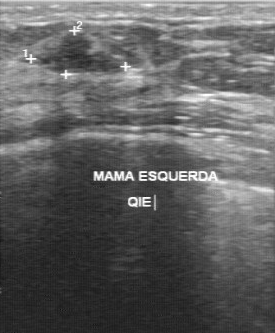
Breast ultrasound scan.
Breast ultrasound scan findings:
- BI-RADS: 4
- outcome on biopsy or follow-up: benign